Modality: B-mode breast ultrasound.
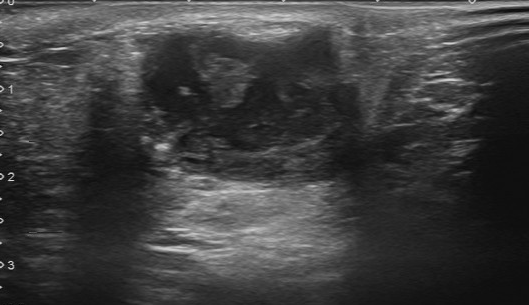
The original reader assigned BI-RADS 4. On a second read by an independent reader: Margin: partially regular. Boundary: somewhat unclear. Echo pattern: mixed cystic and solid. Calcification is suspected. Histopathology: invasive ductal carcinoma (malignant).